Scanner: GE Logiq 7 @10-14MHz. Modality: breast ultrasound.
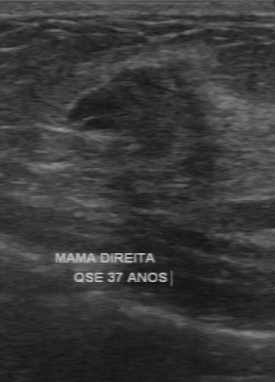
The original reader assigned BI-RADS 3.
The following findings are from a second reader, independent of the original assessment.
No calcifications are seen.
Internally the lesion is slightly hypoechoic.
Its boundary is somewhat unclear.
The margin is partially regular.
Histopathology: fibrocystic changes (benign).